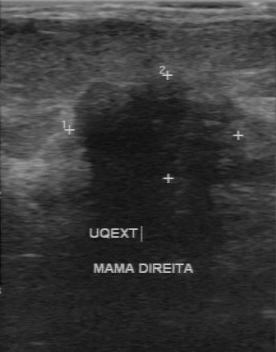
Imaging: breast ultrasound image.
Breast ultrasound image findings:
- biopsy or follow-up result: malignant
- BI-RADS: 4